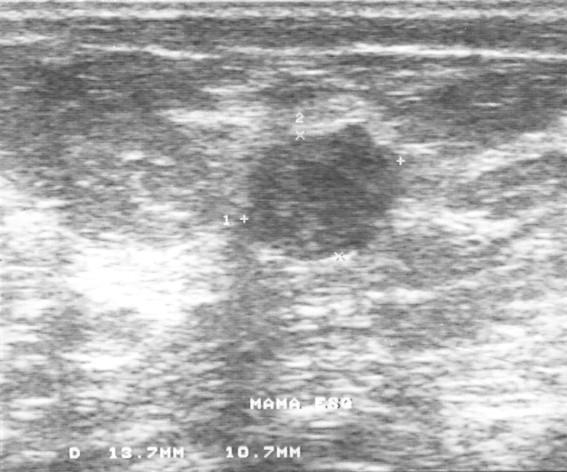
Modality: breast US.
This finding proved benign on biopsy or follow-up. The biopsy result was fibroadenoma; the finding is benign. Assigned BI-RADS 3.